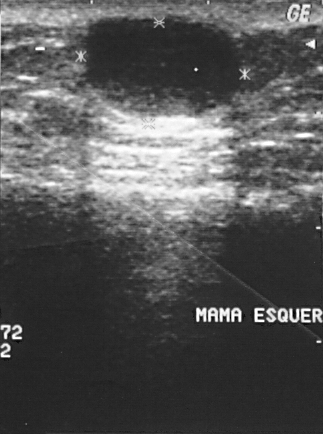
Imaging: B-mode breast ultrasound.
A breast lesion is present on this B-mode breast ultrasound. It was assessed as BI-RADS 2. Pathology confirmed benign cyst.